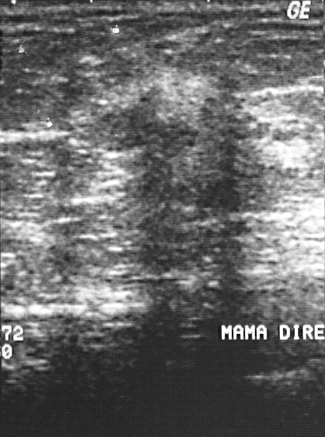
Imaging: breast ultrasound image.
This breast ultrasound image shows a finding. BI-RADS category 4. The biopsy result was invasive ductal carcinoma; the finding is malignant.